Modality: breast sonogram.
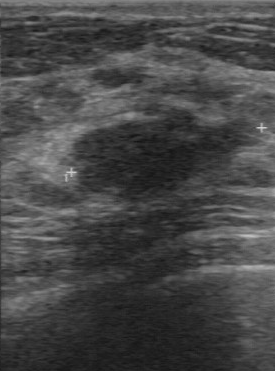
The breast lesion was categorized BI-RADS 4 in the original read. On a second, independent read, a breast lesion with a regular margin and a clear boundary is seen; it is hypoechoic. The biopsy result was fibroadenoma; the breast lesion is benign.